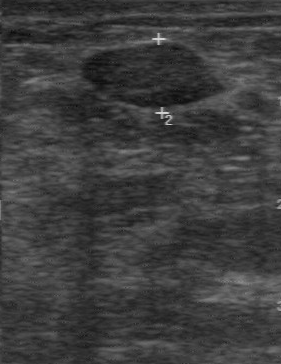
Imaging: breast ultrasound. Acquired on GE Logiq 7 @10-14MHz.
Margin is regular. The second-reader BI-RADS is 3. There are no calcifications.